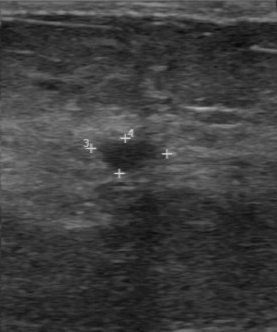
Modality: breast ultrasound scan.
FINDINGS: Breast ultrasound scan. Second-reader BI-RADS: 3. Original BI-RADS: 3.
OUTCOME ON BIOPSY OR FOLLOW-UP: benign.